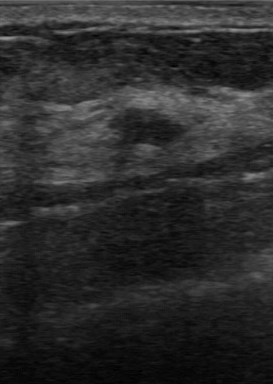
Modality: breast ultrasound scan.
This breast ultrasound scan shows a mass, benign on biopsy or follow-up. (BI-RADS category 3.)